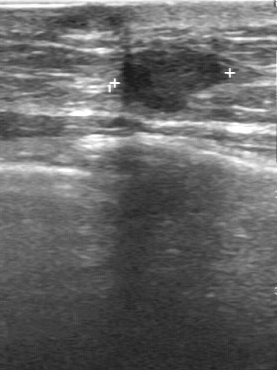
Scanner: GE Logiq 7 @10-14MHz. Imaging: breast US.
Lesion: malignant on biopsy or follow-up. (BI-RADS category 5.)